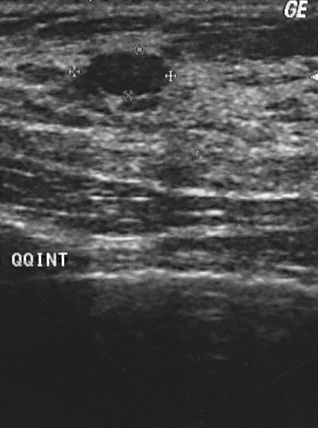
Breast ultrasound scan.
(coordinates in a 318x428 pixel frame) The finding occupies approximately (89, 51) to (171, 94). The finding is benign on biopsy or follow-up.